B-mode breast ultrasound. Acquired on GE Logiq 5 @10-12MHz.
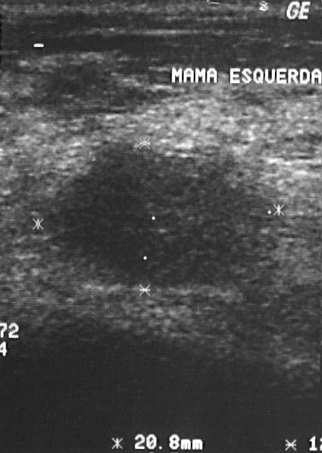
Outcome on biopsy or follow-up: malignant.